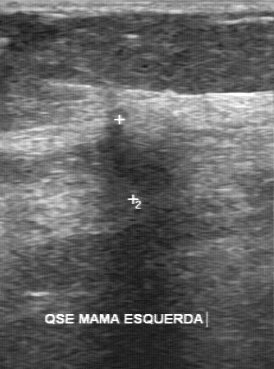
Imaging: breast ultrasound image. Scanner: GE Logiq 7 @10-14MHz.
The finding was assessed as BI-RADS 5 by the original reader. A second reader, independent of the original assessment, describes a hypoechoic finding with an irregular margin; the boundary is unclear. There are no calcifications. Biopsy showed invasive lobular carcinoma, a malignant finding.